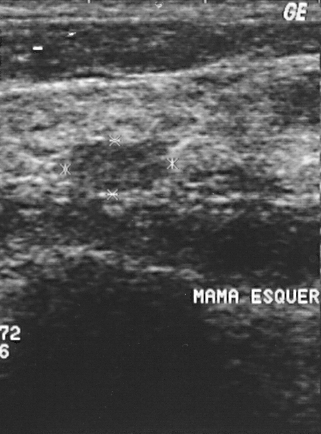
Imaging: breast ultrasound scan. Scanner: GE Logiq 5 @10-12MHz.
Coordinates are pixels in the 321x434 image. Segment the mass: bounding box x1=81, y1=142, x2=149, y2=190. The mass is benign on biopsy or follow-up. BI-RADS 2.